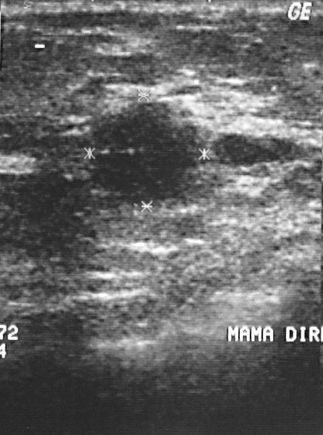
Scanner: GE Logiq 5 @10-12MHz. Imaging: breast sonogram.
Coordinates are pixels in the 323x435 image. The breast lesion is located within the bounding box (90, 101) to (200, 204). The breast lesion is malignant on biopsy or follow-up.